Modality: breast ultrasound image.
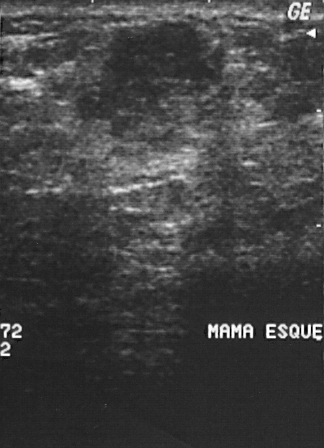
(coordinates in a 324x448 pixel frame) The lesion is located within the bounding box 93 19 233 161. BI-RADS 4.